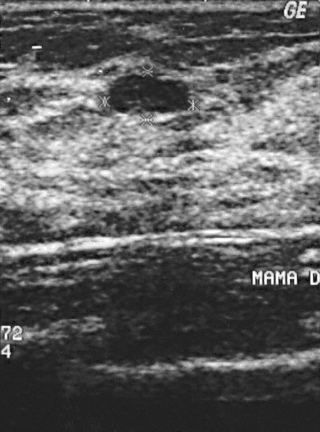
Imaging: breast ultrasound.
This breast ultrasound shows a mass. It was assessed as BI-RADS 2. Histopathology: fibroadenoma (benign).